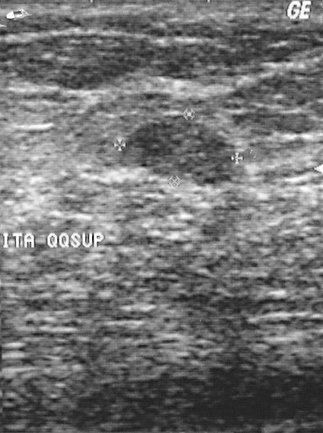
Modality: breast US.
A mass is seen. Assessment: BI-RADS 2. Pathology confirmed benign fibroadenoma.